Breast ultrasound image.
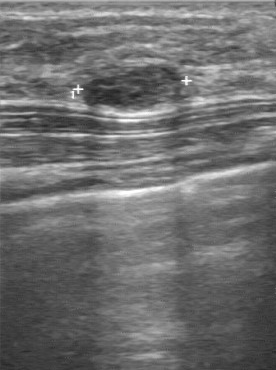
(coordinates in a 276x370 pixel frame) Segment the finding: bounding box (83,64)-(193,113). The finding is benign on biopsy or follow-up.